Imaging: B-mode breast ultrasound.
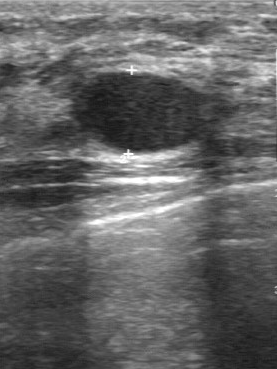
FINDINGS: B-mode breast ultrasound. Outcome on biopsy or follow-up: benign. BI-RADS: 2.
OUTCOME ON BIOPSY OR FOLLOW-UP: benign.